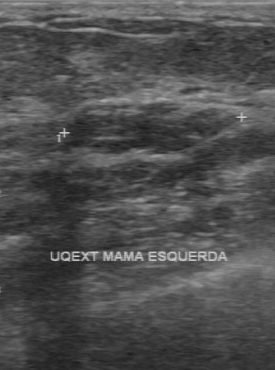
Breast ultrasound. Acquired on GE Logiq 7 @10-14MHz.
This breast ultrasound shows a finding with clear lesion boundary, hypoechoic echo pattern, calcifications: absent, confirmed outcome (biopsy or follow-up): benign, independent BI-RADS assessment: 2, regular margin.